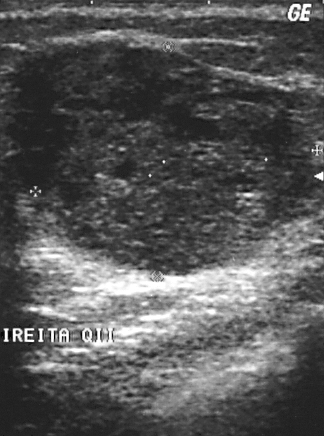
Acquired on GE Logiq 5 @10-12MHz. Breast ultrasound scan.
A mass is seen with BI-RADS category: 4, biopsy or follow-up result: malignant, histopathology: invasive ductal carcinoma.